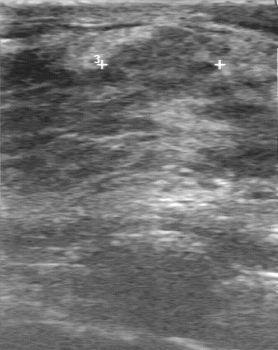
B-mode breast ultrasound. Acquired on GE Logiq 7 @10-14MHz.
FINDINGS: Calcifications: absent. Second-reader BI-RADS: 3. Echogenicity: slightly hypoechoic. Original BI-RADS: 3. Contour: partially regular.